Breast ultrasound.
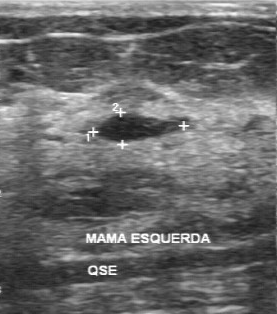
- calcifications: none
- independent BI-RADS assessment: 3
- lesion boundary: clear
- contour: regular
- original BI-RADS: 2
- internal echoes: hypoechoic